Scanner: GE Logiq 7 @10-14MHz. Modality: breast ultrasound scan.
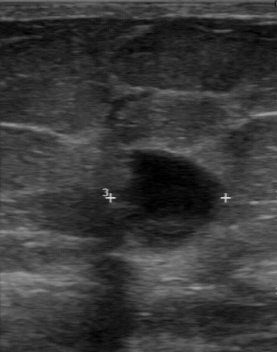
Coordinates are pixels in the 277x352 image. Segment the breast lesion: bounding box (96,149)-(229,255). The breast lesion is malignant on biopsy or follow-up.